Scanner: GE Logiq 7 @10-14MHz. Imaging: breast US.
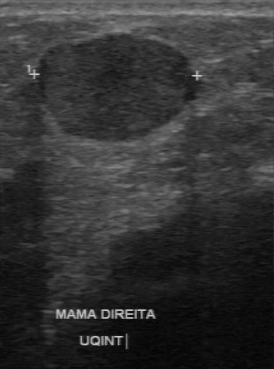
The lesion was categorized BI-RADS 4 in the original read.
On a second read by an independent reader:
The lesion has a regular margin.
Boundary: clear.
Internally the lesion is hypoechoic.
There are no calcifications.
Histopathology: papillary carcinoma (malignant).